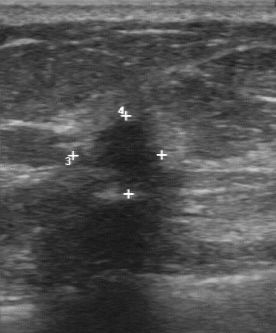
Breast sonogram.
Mass bounding box: x1=81, y1=119, x2=163, y2=193.